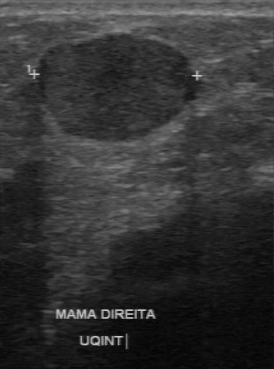
Imaging: breast ultrasound.
Biopsy or follow-up result: malignant.